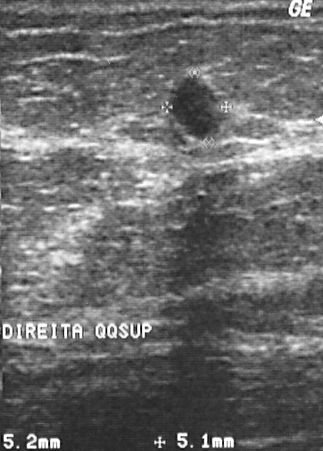
Modality: breast ultrasound scan. Acquired on GE Logiq 5 @10-12MHz.
FINDINGS: Biopsy result: fat necrosis. BI-RADS category: 2.
OUTCOME ON BIOPSY OR FOLLOW-UP: benign.